Imaging: breast ultrasound.
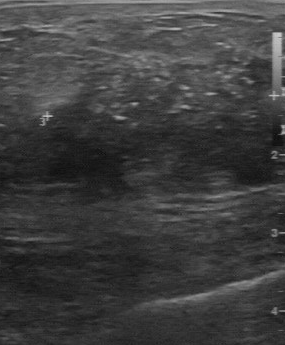
- biopsy result: invasive ductal carcinoma
- echo pattern: heterogeneous
- second-reader BI-RADS: 4C
- lesion margin: irregular
- lesion boundary: unclear